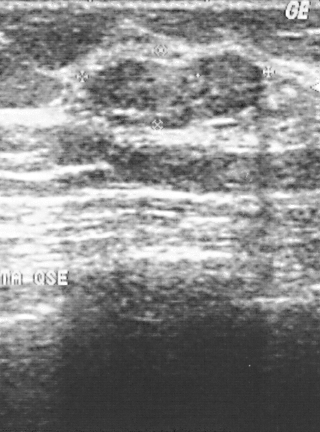
Breast ultrasound scan. Scanner: GE Logiq 5 @10-12MHz.
This breast lesion proved benign on biopsy or follow-up. BI-RADS assessment: 3. Pathology confirmed fibrocystic changes.